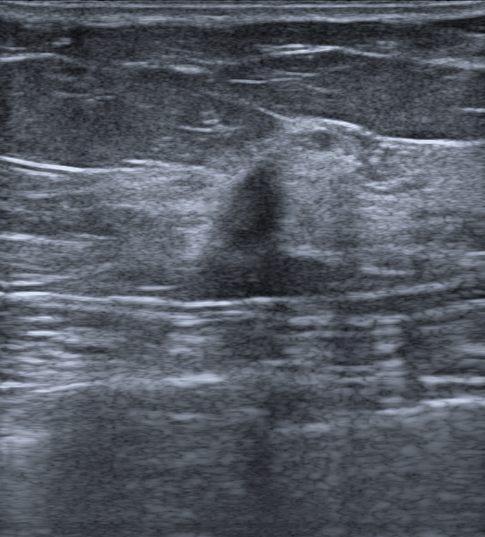
Modality: breast ultrasound.
The posterior features are shadowing. There is no echogenic halo. Confirmed outcome (biopsy or follow-up): malignant. Pathology: Invasive carcinoma of no special type (NST); Ductal carcinoma in situ (DCIS). Shape is irregular. Echo pattern is hypoechoic. There are no calcifications. Verification is confirmed by biopsy. There is no skin thickening. BI-RADS assessment: 5. Radiologic interpretation is Suspicion of malignancy. Margin: not circumscribed - microlobulated and indistinct.